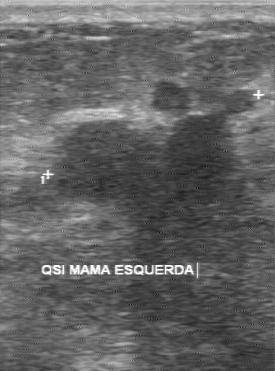
Breast ultrasound scan.
Breast ultrasound scan findings:
- echogenicity: hypoechoic
- lesion margin: irregular
- confirmed outcome (biopsy or follow-up): malignant
- calcifications: none
- lesion boundary: unclear